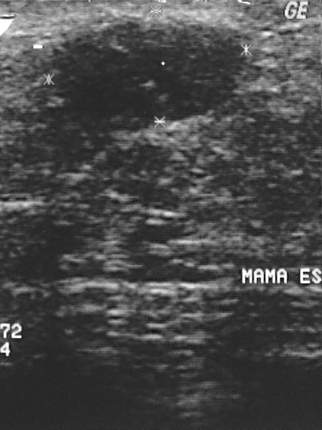
Breast ultrasound scan.
Coordinates are pixels in the 322x430 image. Lesion region of interest: (50,22)-(241,128). The lesion is benign on biopsy or follow-up. BI-RADS 2.